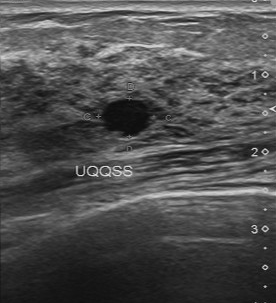
Modality: B-mode breast ultrasound.
Segment the mass: bounding box top-left (101, 99), bottom-right (149, 133).